Imaging: B-mode breast ultrasound.
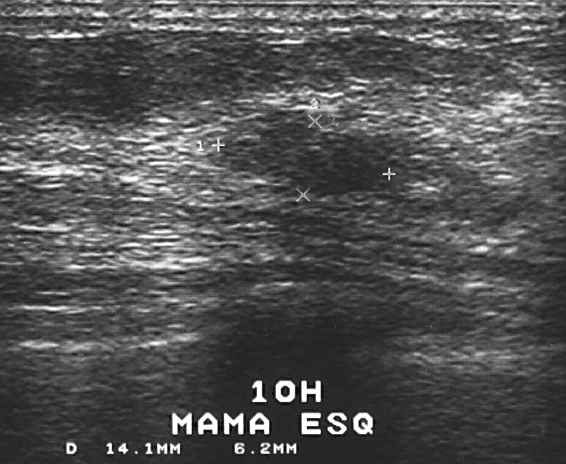
The biopsy result was fibrocystic changes; the mass is benign.
Assigned BI-RADS 3.